Scanner: GE Logiq 5 @10-12MHz. Breast sonogram.
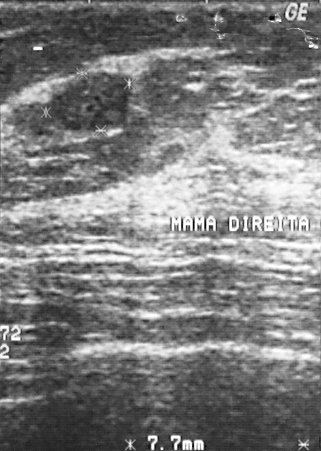
The breast lesion is benign on biopsy or follow-up.